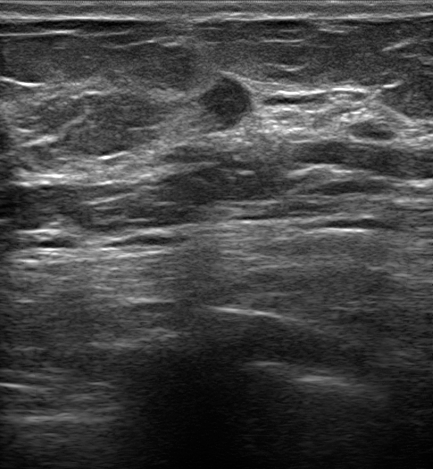
Breast ultrasound image.
Mass: malignant on biopsy or follow-up. (BI-RADS category 5.)